Modality: breast ultrasound.
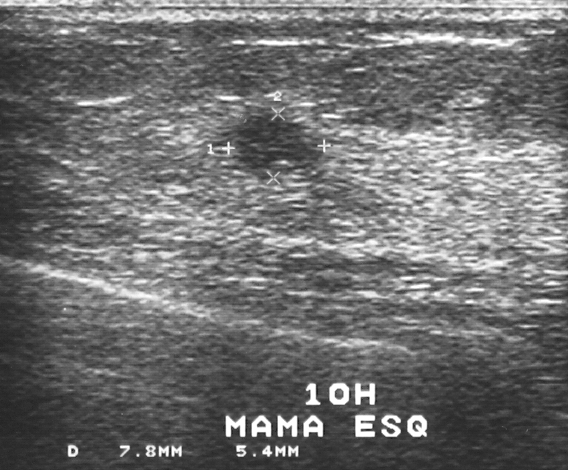
A finding is present on this breast ultrasound. BI-RADS category 3. The biopsy result was invasive ductal carcinoma; the finding is malignant.